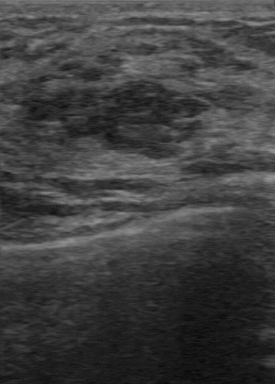
Imaging: breast ultrasound scan. Acquired on GE Logiq 7 @10-14MHz.
The mass was assessed as BI-RADS 4 by the original reader.
Descriptors from an independent second read (not the reader who assigned the category):
Internally the mass is hypoechoic.
No calcifications are seen.
The lesion boundary is clear.
Margin: regular.
Biopsy showed fibroadenoma, a benign finding.